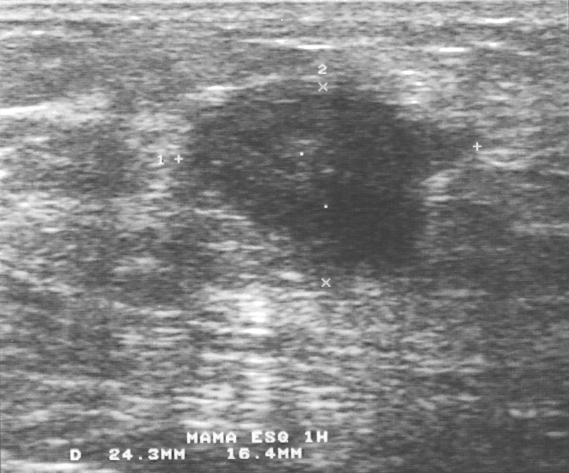
Scanner: GE Logiq 5 @10-12MHz. Imaging: breast ultrasound scan.
Biopsy or follow-up result: malignant.